Imaging: breast US.
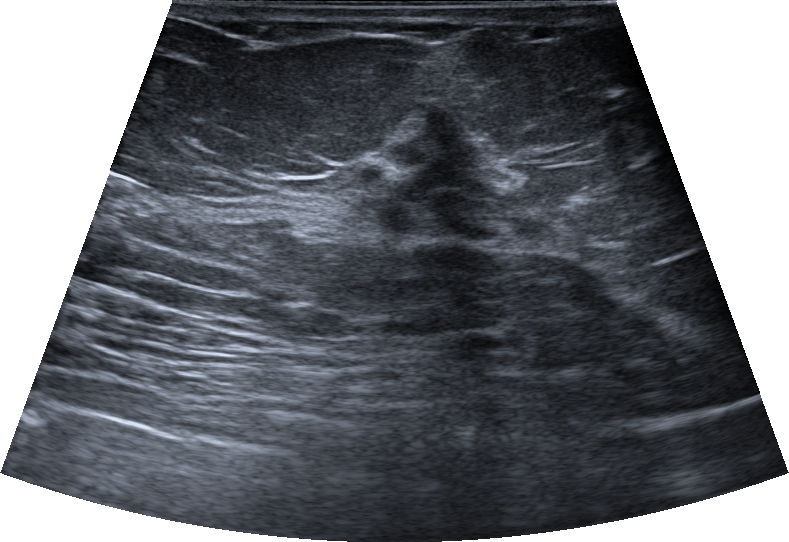
Outcome on biopsy or follow-up: benign. BI-RADS 4B.